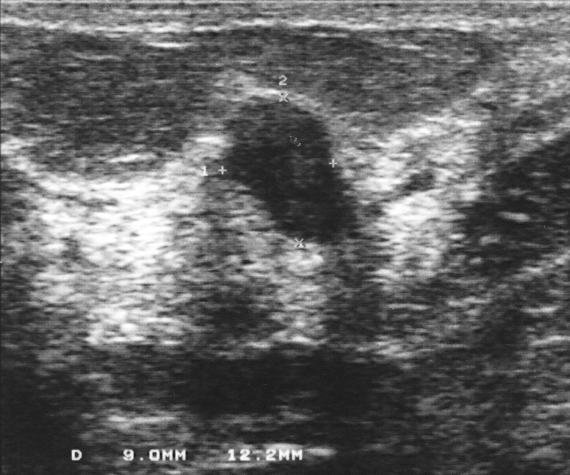
Breast sonogram.
Pathology confirmed fibroadenoma. Assigned BI-RADS 4. Biopsy or follow-up result: benign.